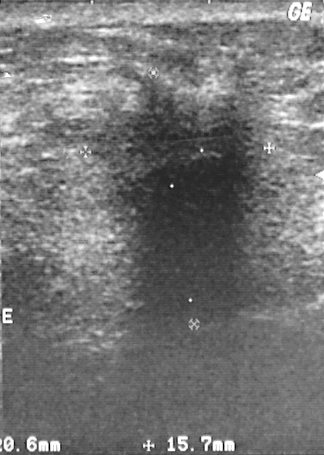
Imaging: breast sonogram. Scanner: GE Logiq 5 @10-12MHz.
(coordinates in a 324x455 pixel frame) Breast lesion bounding box: (92,68)-(256,247).